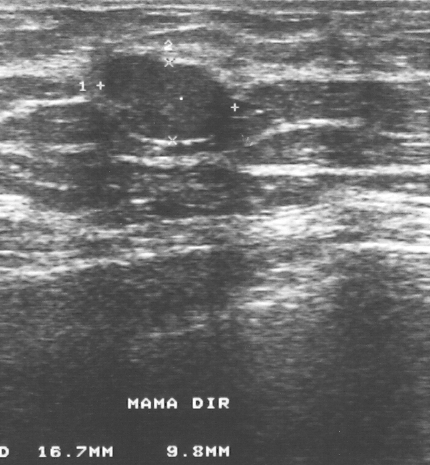
Breast ultrasound image.
This breast ultrasound image shows a finding, benign on biopsy or follow-up.